Scanner: GE Logiq 7 @10-14MHz. Imaging: breast ultrasound image.
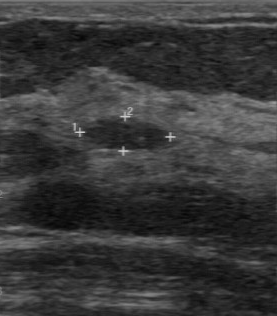
Coordinates are pixels in the 277x316 image. Lesion region of interest: (82, 116) to (173, 152).